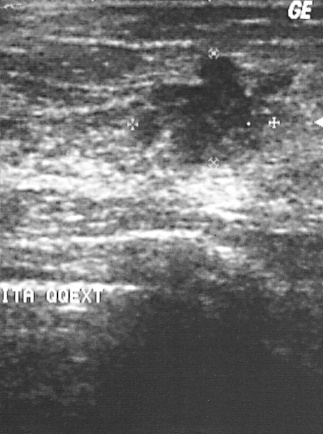
Modality: breast US.
Biopsy showed invasive ductal carcinoma, a malignant finding.
Outcome on biopsy or follow-up: malignant.
BI-RADS assessment: 4.